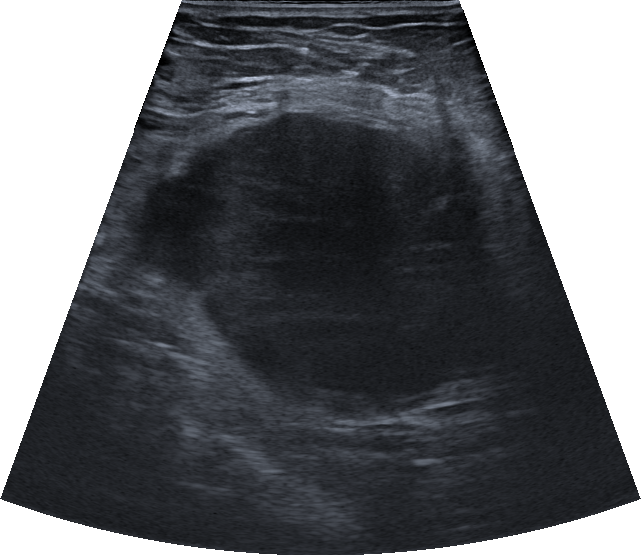
Breast ultrasound scan.
Calcifications: none.
There is no echogenic halo.
The breast lesion is oval in shape.
No skin thickening is seen.
The breast lesion has indistinct margins.
There are no posterior acoustic features.
Echogenicity: complex cystic and solid.
Assigned BI-RADS 4C.
Differential on reading: Suspicion of malignancy.
Biopsy confirmed invasive carcinoma of no special type (NST).